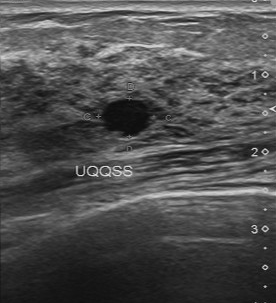
Modality: breast ultrasound.
Biopsy or follow-up result is benign. BI-RADS assessment is 2.